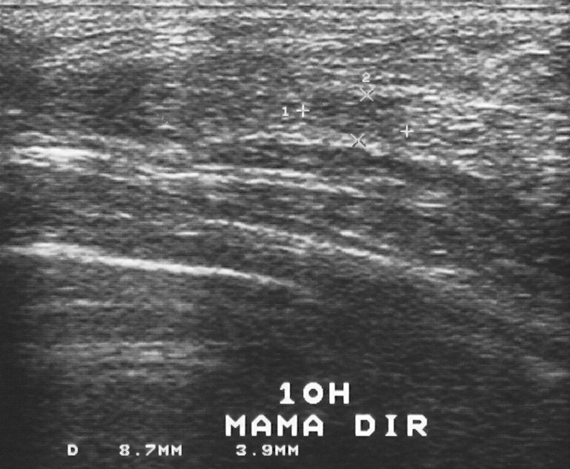
Breast US. Scanner: GE Logiq 5 @10-12MHz.
Histopathology: fibrocystic changes (benign).
This lesion proved benign on biopsy or follow-up.
Assigned BI-RADS 2.